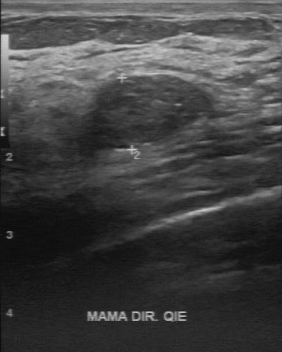
Modality: breast sonogram.
BI-RADS 2 in the original read; on a second read the margin is regular, the boundary clear and the lesion slightly hypoechoic. Histopathology: fibroadenoma (benign).